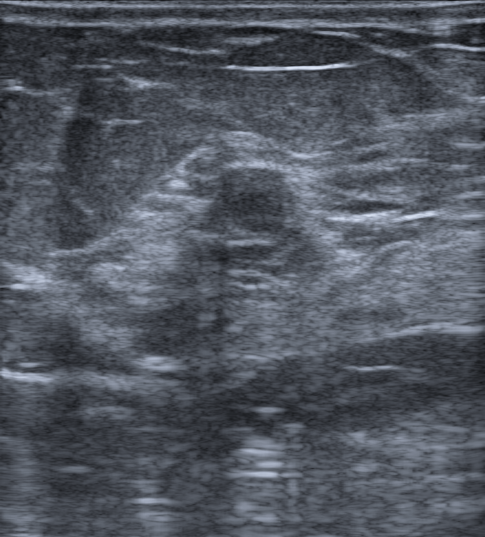
Modality: breast US. Background tissue composition: heterogeneous: predominantly fat.
Biopsy confirmed fibroadenoma.
BI-RADS assessment: 4A.
The breast lesion is benign on biopsy or follow-up.
Radiologist's impression: Fibroadenoma; Intraductal papilloma.
It has an oval shape.
Skin thickening: none.
No calcifications are seen.
Echogenicity: hypoechoic.
No echogenic halo is seen.
Posterior features: none.
The breast lesion has a circumscribed margin.